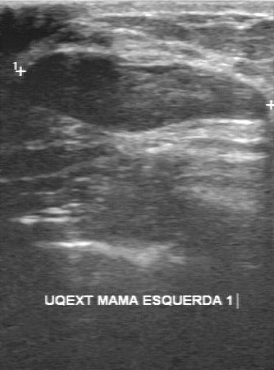
Imaging: breast ultrasound scan.
The breast lesion was assessed as BI-RADS 3 by the original reader. On a second, independent read, a breast lesion with a partially regular margin and a clear boundary is seen; it is hypoechoic. Calcifications: none. Biopsy showed hyperplasia, a benign finding.